Modality: B-mode breast ultrasound.
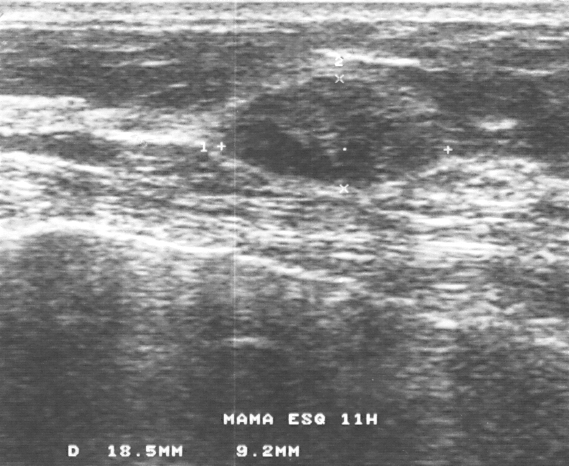
This B-mode breast ultrasound shows a lesion with BI-RADS assessment: 3.